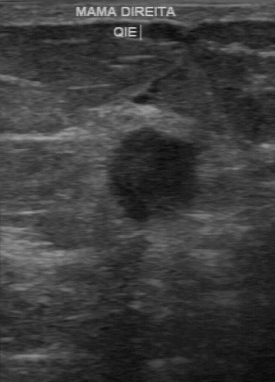
Modality: breast ultrasound scan.
Biopsy or follow-up result: malignant. BI-RADS assessment is 4.